Modality: breast ultrasound.
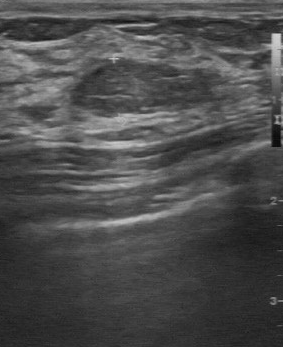
The breast lesion was assessed as BI-RADS 2 by the original reader. Descriptors from an independent second read (not the reader who assigned the category): Margin: regular. Its boundary is clear. The breast lesion is slightly hypoechoic. Calcifications: none. Histopathology: sclerosing adenosis (benign).